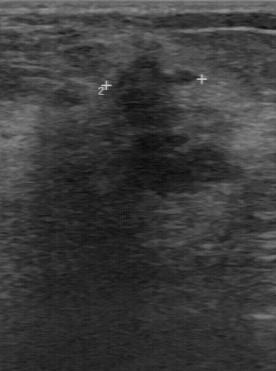
Imaging: breast US.
FINDINGS: Breast US. Original BI-RADS: 4. Second-reader BI-RADS: 4B. Calcifications: none. Lesion boundary: unclear. Echogenicity: slightly hypoechoic. Lesion margin: irregular.
OUTCOME ON BIOPSY OR FOLLOW-UP: malignant.